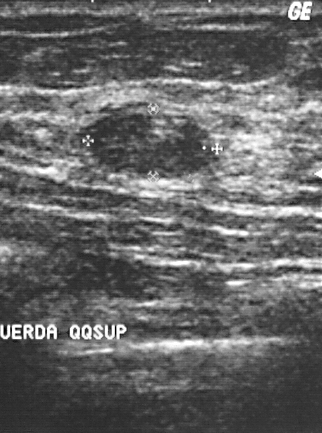
Modality: breast ultrasound scan.
BI-RADS category 2. Pathology confirmed fibroadenoma. The breast lesion is benign on biopsy or follow-up.